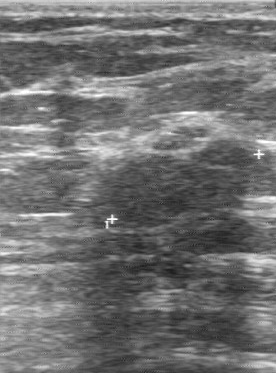
Acquired on GE Logiq 7 @10-14MHz. Breast ultrasound image.
The lesion was assessed as BI-RADS 4 by the original reader. A second reader, independent of the original assessment, describes a hypoechoic lesion with a regular margin; the boundary is clear. Pathology confirmed benign fibroadenoma.